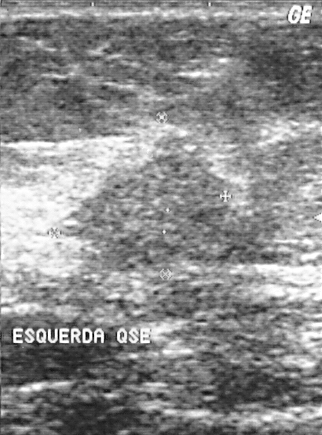
Breast ultrasound image.
Mass: benign on biopsy or follow-up. (BI-RADS category 4.)